Modality: breast ultrasound image. Scanner: GE Logiq 5 @10-12MHz.
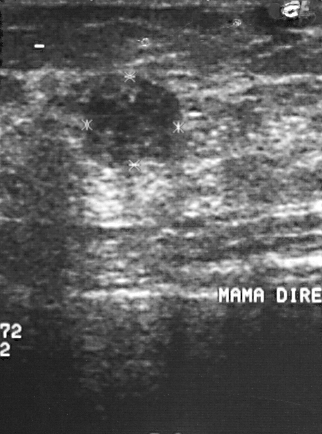
The mass is malignant on biopsy or follow-up.